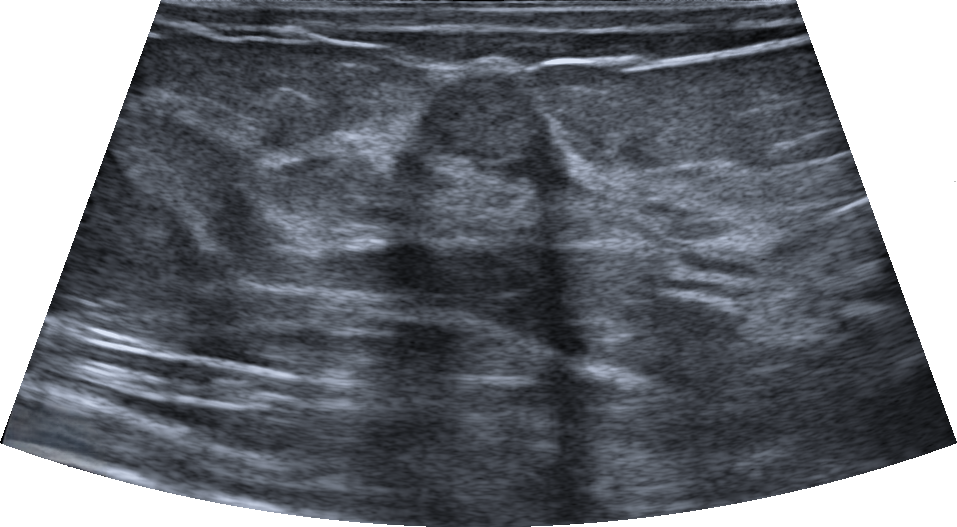
Background tissue composition: heterogeneous: predominantly fat. Modality: breast ultrasound scan.
Breast lesion: benign on biopsy or follow-up.